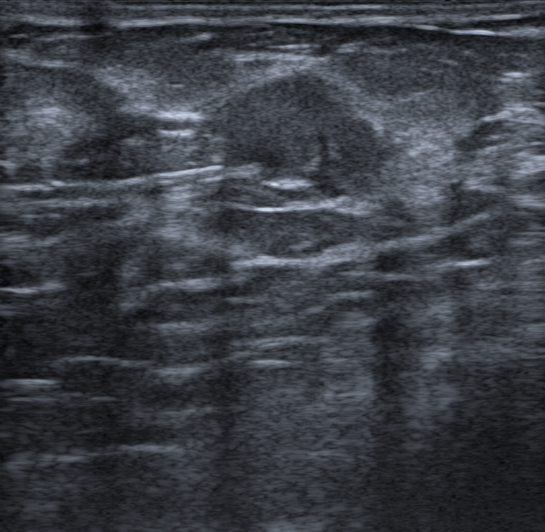
Imaging: breast ultrasound.
The breast lesion is irregular in shape. Margins are not circumscribed, with microlobulated and indistinct features. The breast lesion is hypoechoic. No posterior acoustic features are seen. There is no echogenic halo. No calcifications are seen. No skin thickening is seen. Biopsy confirmed cribriform carcinoma. BI-RADS assessment: 4C.